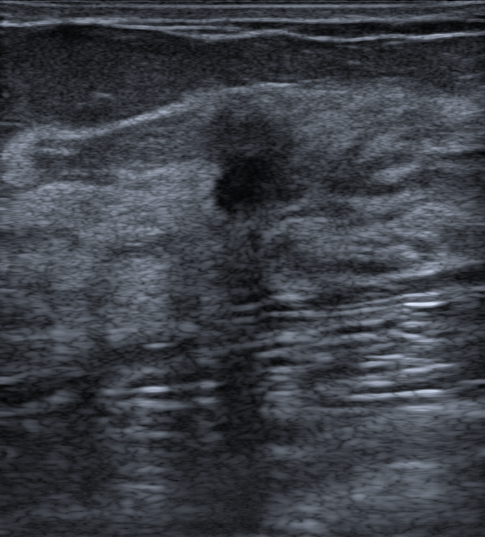
Background tissue composition: heterogeneous: predominantly fibroglandular. Modality: B-mode breast ultrasound.
Biopsy or follow-up result: benign. (BI-RADS category 4C.)